Breast ultrasound scan.
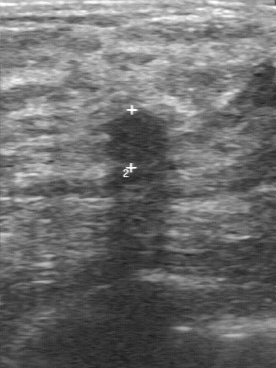
BI-RADS 3 in the original read.
A second, independent read describes the finding as follows.
The margin is partially regular.
Boundary: fairly clear.
Internally the finding is slightly hypoechoic.
Calcifications: none.
The biopsy result was fibroadenoma; the finding is benign.